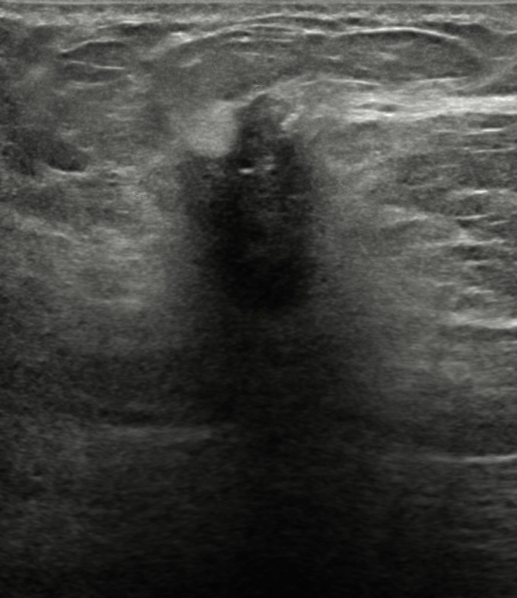
Background tissue composition: homogeneous: fat. Breast ultrasound image.
Biopsy result is Invasive carcinoma of no special type (NST). Posterior acoustic features: none. Borders are not circumscribed - indistinct. BI-RADS is 5. There are no calcifications. The echotexture is hypoechoic. Echogenic halo is present. Biopsy or follow-up result: malignant.